Imaging: breast US.
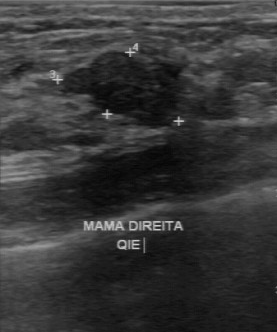
The finding demonstrates independent BI-RADS assessment: 3, clear boundary, outcome on biopsy or follow-up: benign, regular contour, hypoechoic echo pattern.